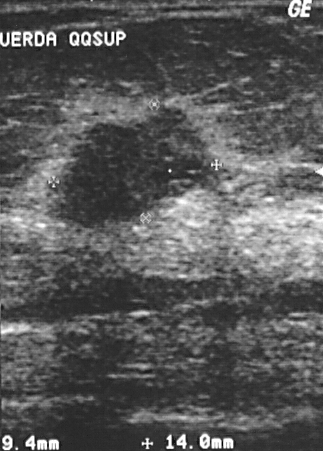
Imaging: B-mode breast ultrasound.
(coordinates in a 323x451 pixel frame) Segment the finding: bounding box 53 106 216 231. BI-RADS 4.